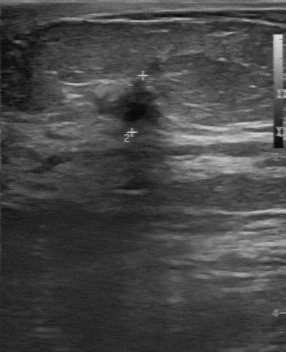
Breast ultrasound scan.
- BI-RADS: 4